Breast ultrasound scan. Acquired on Toshiba Aplio 300 @12-14 MHz.
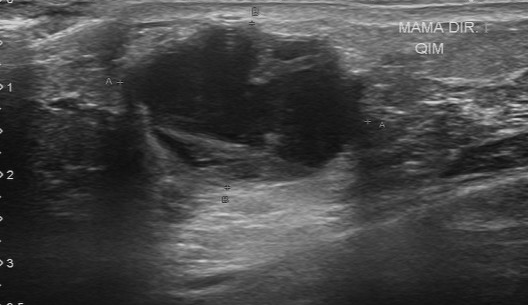
BI-RADS 4 in the original read; on a second read the margin is regular, the boundary fairly clear and the finding mixed cystic and solid. Histopathology: invasive ductal carcinoma (malignant).